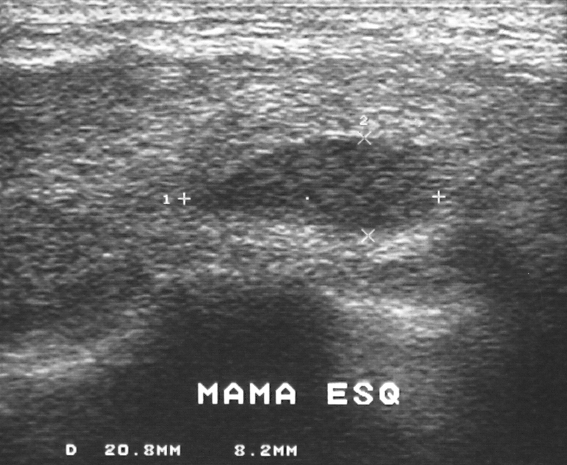
Breast ultrasound image. Acquired on GE Logiq 5 @10-12MHz.
The breast lesion is benign on biopsy or follow-up. BI-RADS 3.